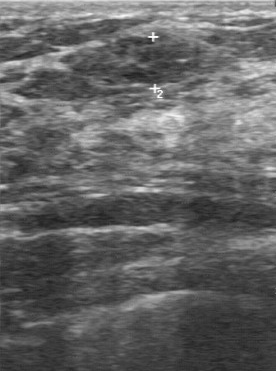
Imaging: breast ultrasound. Acquired on GE Logiq 7 @10-14MHz.
Segment the mass: bounding box 63 33 200 86.